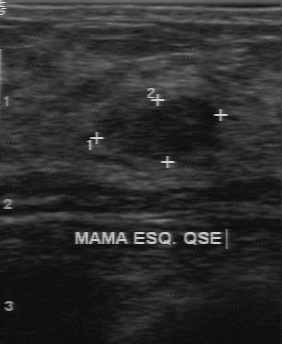
Imaging: breast ultrasound image. Acquired on GE Logiq 7 @10-14MHz.
The contour is regular. There are no calcifications. The outcome on biopsy or follow-up is benign. The boundary is clear. Echo pattern: hypoechoic.